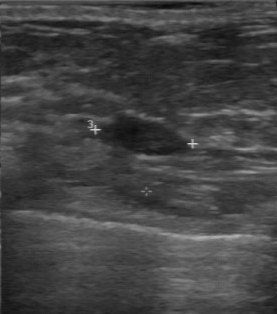
Scanner: GE Logiq 7 @10-14MHz. Imaging: breast sonogram.
A mass is seen with BI-RADS (second read): 3, clear boundary, regular lesion margin, biopsy result: fibroadenoma.